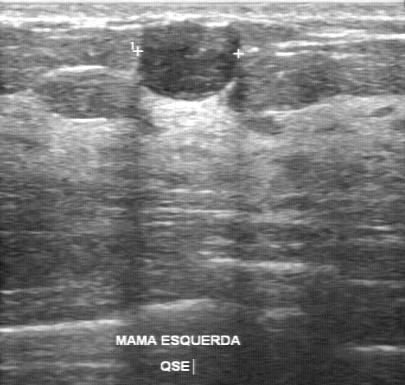
Imaging: breast sonogram.
The breast lesion was assessed as BI-RADS 4 by the original reader. The following findings are from a second reader, independent of the original assessment. The breast lesion has a regular margin. Internally the breast lesion is hypoechoic. Its boundary is clear. Calcifications: none. Histopathology: fibroadenoma (benign).